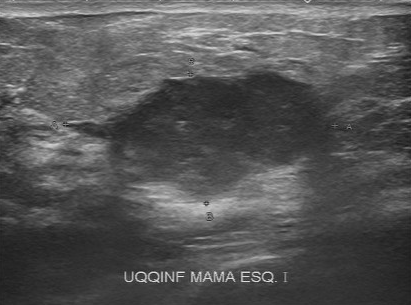
Modality: breast ultrasound scan.
The pathology is invasive ductal carcinoma. BI-RADS category is 5. The outcome on biopsy or follow-up is malignant.